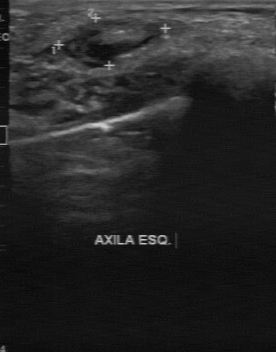
Breast US.
Biopsy or follow-up result: benign. BI-RADS 2.